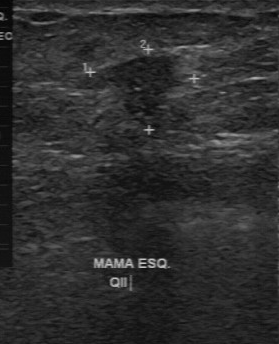
Modality: breast sonogram. Scanner: GE Logiq 7 @10-14MHz.
Calcifications are absent. Lesion margin is partially regular. Boundary: somewhat unclear. Biopsy or follow-up result is malignant. Histopathology: invasive ductal carcinoma. Echogenicity: slightly hypoechoic.